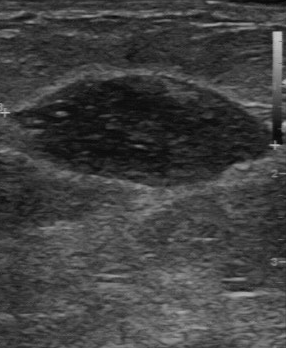
Imaging: B-mode breast ultrasound.
Finding: lesion, benign on biopsy or follow-up. (BI-RADS category 2.)